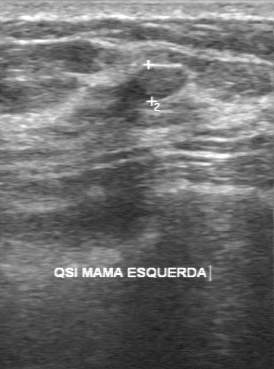
Imaging: breast ultrasound scan.
This breast ultrasound scan shows a mass, benign on biopsy or follow-up.